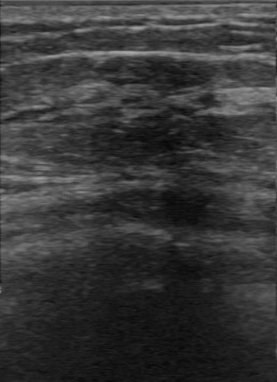
Imaging: breast ultrasound image.
The breast lesion was categorized BI-RADS 3 in the original read. A second reader, independent of the original assessment, describes a slightly hypoechoic breast lesion with a regular margin; the boundary is fairly clear. The biopsy result was fibroadenoma; the breast lesion is benign.